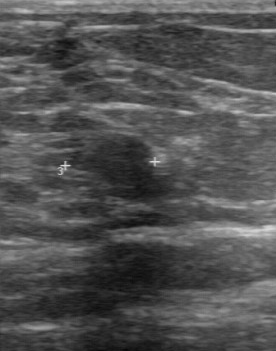
Imaging: B-mode breast ultrasound.
Biopsy or follow-up result: benign. BI-RADS 4.